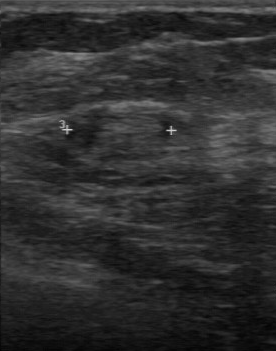
Imaging: B-mode breast ultrasound.
The original reader assigned BI-RADS 4.
On a second read by an independent reader:
Margin: partially regular.
The lesion boundary is fairly clear.
The breast lesion is isoechoic.
Calcifications: none.
Biopsy showed invasive ductal carcinoma, a malignant finding.